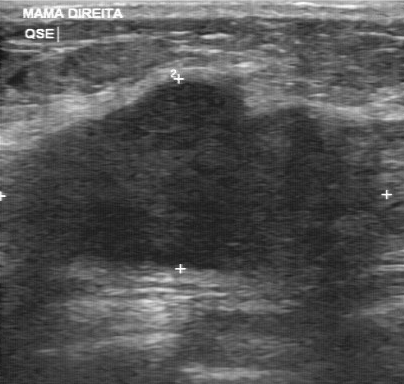
Breast ultrasound scan.
(coordinates in a 404x384 pixel frame) Lesion region of interest: (24,79)-(349,271). The breast lesion is malignant on biopsy or follow-up.